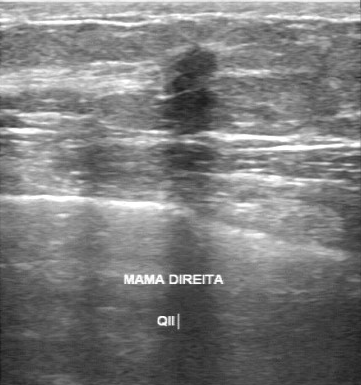
Modality: breast sonogram. Acquired on GE Logiq 7 @10-14MHz.
Pixel coordinates (x1, y1, x2, y2): Segment the breast lesion: bounding box (162, 50) to (218, 123).